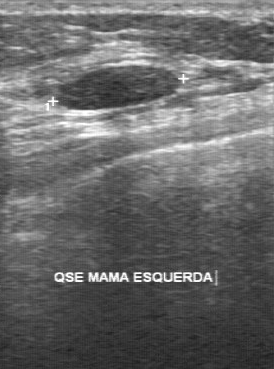
Imaging: breast ultrasound. Acquired on GE Logiq 7 @10-14MHz.
Lesion characteristics:
- BI-RADS assessment: 3